Modality: breast ultrasound image.
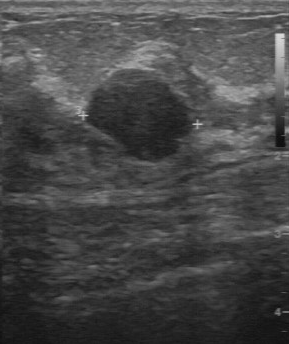
The boundary is clear. The echo pattern is slightly hypoechoic. Lesion margin: regular. The BI-RADS on independent re-read is 3.